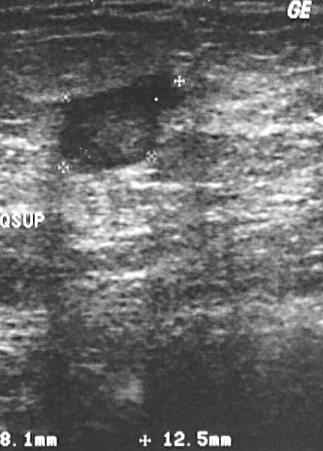
Modality: breast sonogram. Scanner: GE Logiq 5 @10-12MHz.
(coordinates in a 323x451 pixel frame) Lesion region of interest: (53,73)-(188,175).